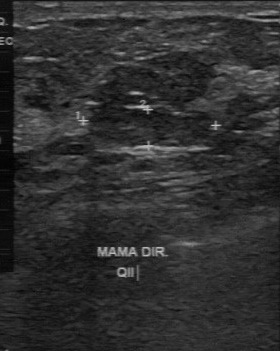
Breast sonogram.
This breast sonogram shows a mass, benign on biopsy or follow-up.